Breast ultrasound scan.
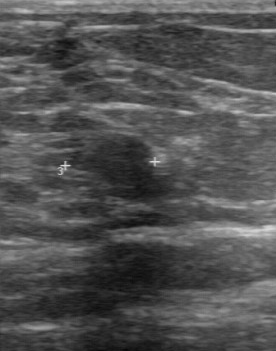
FINDINGS: BI-RADS category: 4. Outcome on biopsy or follow-up: benign.
OUTCOME ON BIOPSY OR FOLLOW-UP: benign.